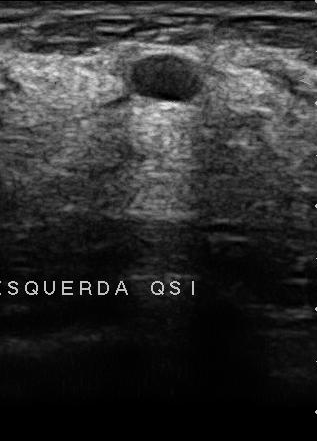
Modality: breast ultrasound scan. Acquired on U-Systems @10-14MHz.
This breast ultrasound scan shows a breast lesion, benign on biopsy or follow-up.